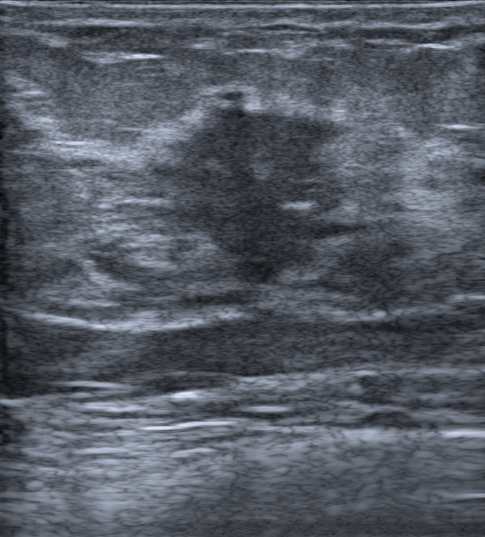
Background echotexture is heterogeneous: predominantly fibroglandular. Imaging: breast sonogram.
Biopsy or follow-up result: malignant. BI-RADS 4C.